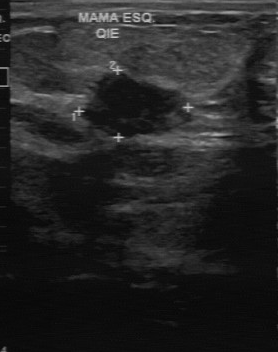
Breast US.
Breast US findings:
- contour: partially regular
- echogenicity: hypoechoic
- biopsy or follow-up result: malignant
- calcifications: absent
- boundary: fairly clear